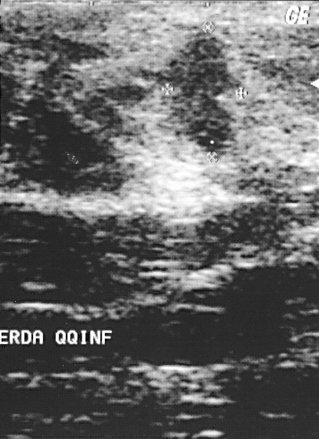
B-mode breast ultrasound. Acquired on GE Logiq 5 @10-12MHz.
A breast lesion is present on this B-mode breast ultrasound. BI-RADS category 4. Pathology confirmed malignant invasive ductal carcinoma.